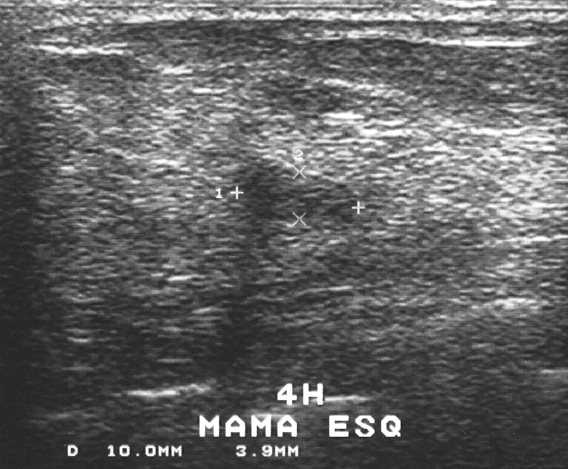
Scanner: GE Logiq 5 @10-12MHz. Modality: breast ultrasound image.
- BI-RADS: 2
- biopsy or follow-up result: benign
- pathology: fibroadenoma